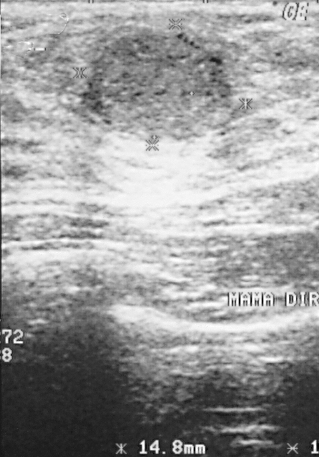
Breast ultrasound image.
Coordinates are pixels in the 319x457 image. The lesion occupies approximately (87, 32) to (225, 139). The lesion is benign on biopsy or follow-up.